Modality: breast ultrasound image.
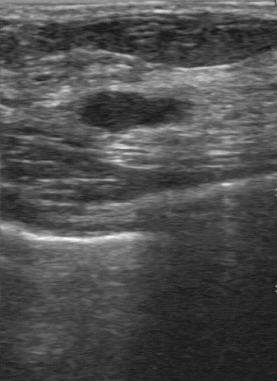
(coordinates in a 277x381 pixel frame) The lesion is located within the bounding box (75,90)-(196,134).